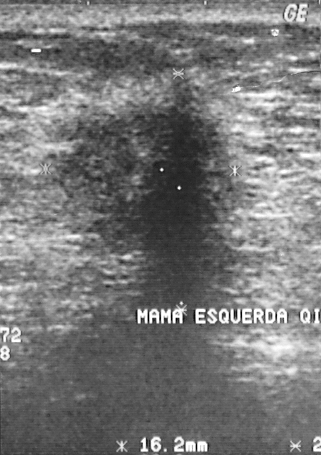
Modality: breast sonogram.
Biopsy or follow-up result: malignant.